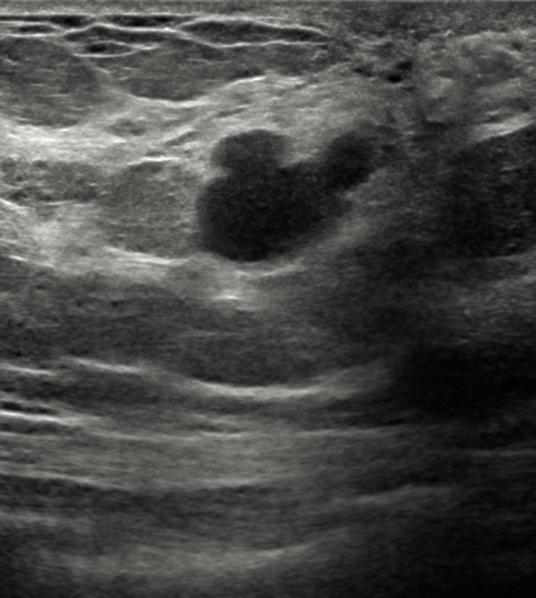
Breast sonogram. 45-year-old patient.
It has an irregular shape. There are no calcifications. Echogenicity: anechoic. There is posterior acoustic enhancement. There is no echogenic halo. The lesion has a circumscribed margin. No skin thickening is seen. Biopsy or follow-up result: benign. Verification: follow-up care. The lesion is assessed as BI-RADS 2. Radiologic interpretation: Complex cyst / Non-simple cyst.